Scanner: GE Logiq 7 @10-14MHz. Modality: breast US.
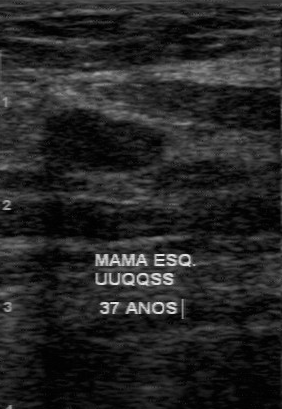
Lesion characteristics:
- biopsy or follow-up result: benign
- boundary: clear
- internal echoes: hypoechoic
- contour: regular
- calcifications: none